Imaging: breast sonogram.
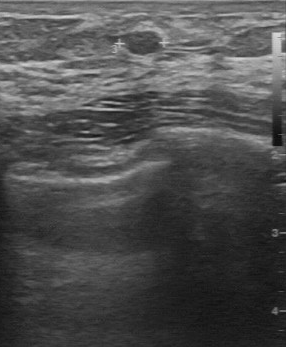
Breast sonogram findings:
- echo pattern: slightly hypoechoic
- lesion margin: regular
- calcifications: absent
- boundary: clear
- confirmed outcome (biopsy or follow-up): benign